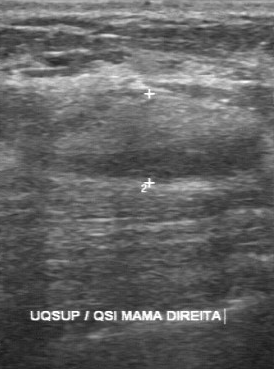
Breast ultrasound scan.
Mass: benign on biopsy or follow-up.